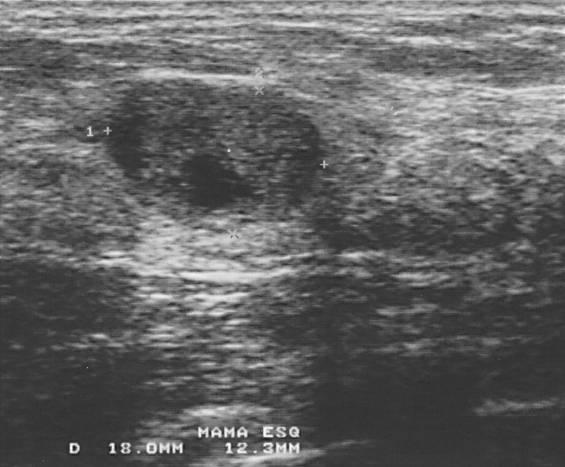
Modality: breast sonogram.
The lesion is benign on biopsy or follow-up. Assigned BI-RADS 3. Histopathology: fibroadenoma.